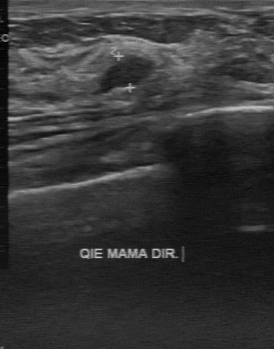
Imaging: breast ultrasound.
(coordinates in a 274x349 pixel frame) Lesion region of interest: (101, 57) to (153, 88).